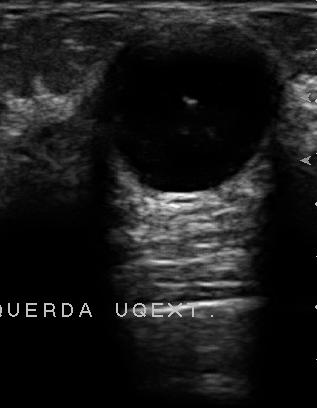
Modality: breast ultrasound.
Lesion: benign on biopsy or follow-up. BI-RADS 2.